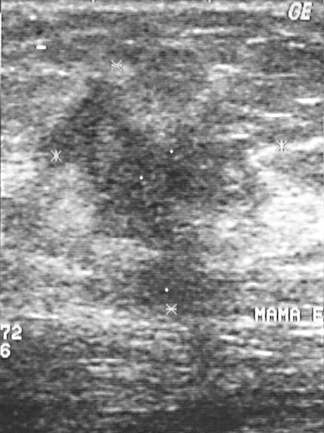
Imaging: breast ultrasound scan.
Mass: malignant on biopsy or follow-up.